Modality: breast US.
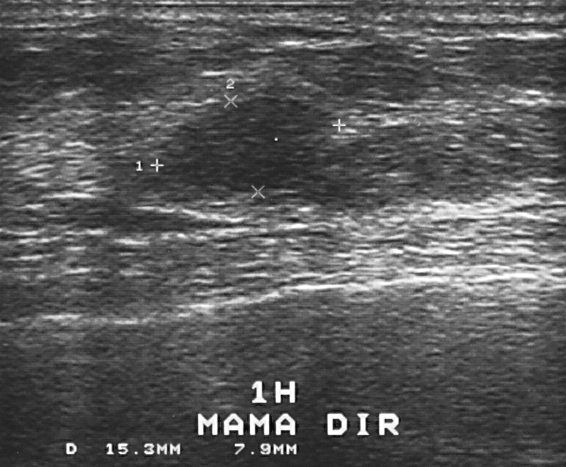
A lesion is present on this breast US. BI-RADS category 3. Pathology confirmed benign fibroadenoma.